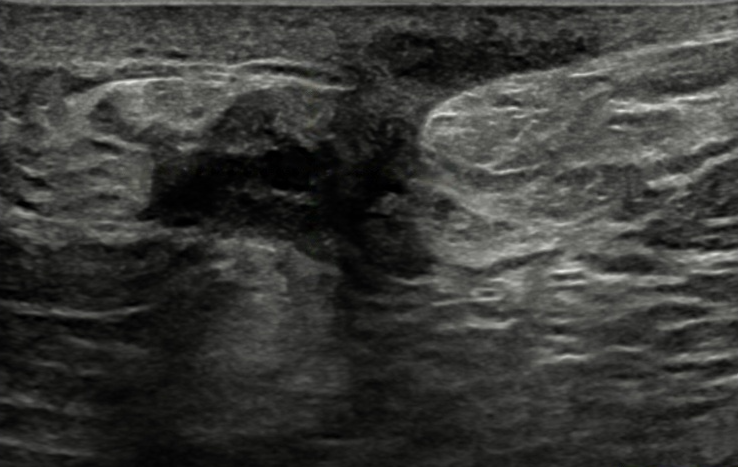
Modality: breast sonogram.
Echogenicity: heterogeneous. There is skin thickening. The breast lesion has a circumscribed margin. There are no calcifications. Posterior features: none. There is an echogenic halo. Shape: irregular. Radiologic interpretation: Suspicion of malignancy; Mastitis; Abscess; Hematoma; Breast scar (surgery). Biopsy confirmed mastitis. Assigned BI-RADS 4B.